Scanner: Toshiba Aplio 300 @12-14 MHz. Breast US.
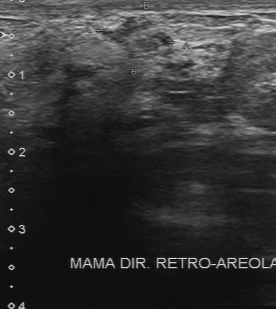
Outcome on biopsy or follow-up: benign.